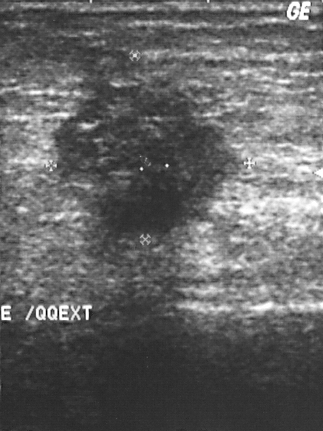
Breast ultrasound scan.
Mass: malignant on biopsy or follow-up. BI-RADS 5.